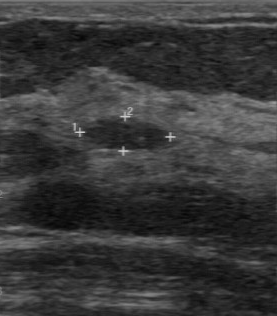
Imaging: breast ultrasound scan.
The mass was assessed as BI-RADS 2 by the original reader. A second reader, independent of the original assessment, describes a hypoechoic mass with a regular margin; the boundary is clear. The biopsy result was fibroadenoma; the mass is benign.